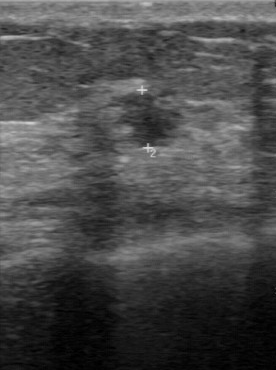
Modality: breast ultrasound image.
The original reader assigned BI-RADS 4. On a second read by an independent reader: Margin: regular. Its boundary is clear. Internally the lesion is hypoechoic. No calcifications are seen. Histopathology: sclerosing adenosis (benign).